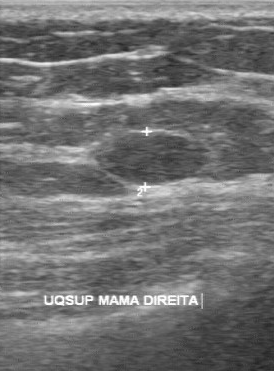
Modality: breast sonogram. Scanner: GE Logiq 7 @10-14MHz.
Original-read BI-RADS category: 3. Descriptors from an independent second read (not the reader who assigned the category): The margin is regular. The lesion boundary is clear. Internally the lesion is hypoechoic. No calcifications are seen. Histopathology: fibroadenoma (benign).